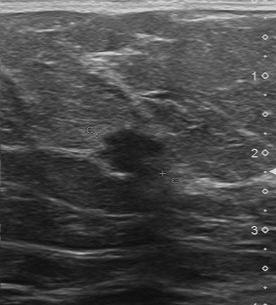
Breast sonogram.
BI-RADS 5 in the original read. On a second, independent read, a mass with a partially regular margin and a somewhat unclear boundary is seen; it is hypoechoic. Calcifications: none. Biopsy showed invasive ductal carcinoma, a malignant finding.